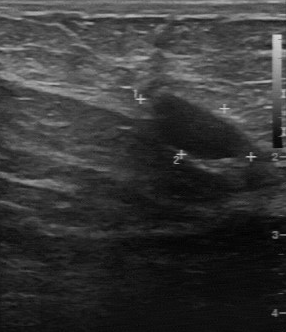
Modality: breast ultrasound.
BI-RADS 2 in the original read. On a second read by an independent reader: The margin is regular. The lesion boundary is clear. Echo pattern: hypoechoic. No calcifications are seen. The biopsy result was mastitis; the finding is benign.